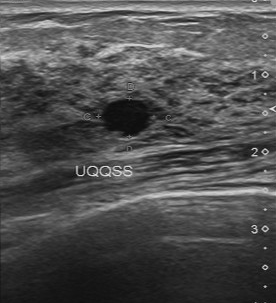
Breast sonogram.
FINDINGS: Contour: regular. Histopathology: cyst. Echogenicity: hypoechoic. Boundary: clear. Calcifications: none.
OUTCOME ON BIOPSY OR FOLLOW-UP: benign.